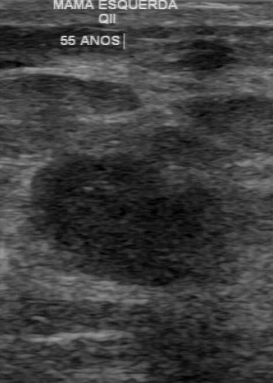
Imaging: B-mode breast ultrasound. Acquired on GE Logiq 7 @10-14MHz.
FINDINGS: B-mode breast ultrasound. Outcome on biopsy or follow-up: malignant. Calcifications: absent. Lesion boundary: unclear. Pathology: invasive ductal carcinoma. Lesion margin: irregular. Echo pattern: hypoechoic.
OUTCOME ON BIOPSY OR FOLLOW-UP: malignant.